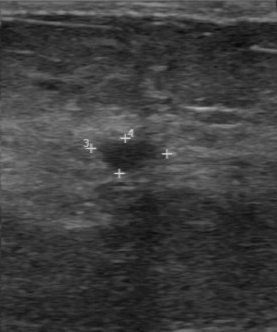
Breast ultrasound.
Breast ultrasound findings:
- boundary: clear
- calcifications: none
- lesion margin: regular
- echogenicity: hypoechoic
- confirmed outcome (biopsy or follow-up): benign
- biopsy result: fibroadenoma